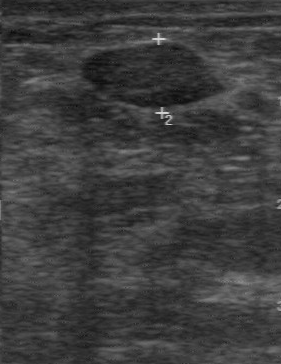
Breast ultrasound image.
(coordinates in a 281x364 pixel frame) The mass is located within the bounding box 82 43 221 107. The mass is benign on biopsy or follow-up. BI-RADS 2.